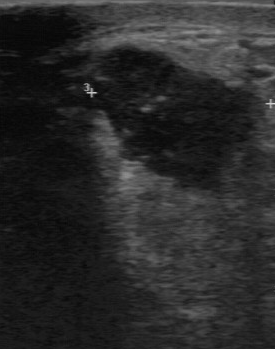
Modality: breast ultrasound. Acquired on GE Logiq 7 @10-14MHz.
The lesion demonstrates calcifications: suspected, hypoechoic echo pattern, somewhat unclear lesion boundary, partially regular contour.